Breast ultrasound.
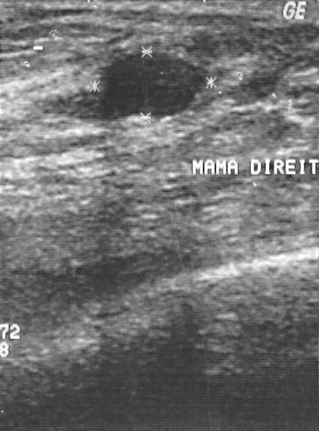
This breast ultrasound shows a mass, benign on biopsy or follow-up. (BI-RADS category 2.)